Imaging: breast ultrasound scan. Acquired on GE Logiq 5 @10-12MHz.
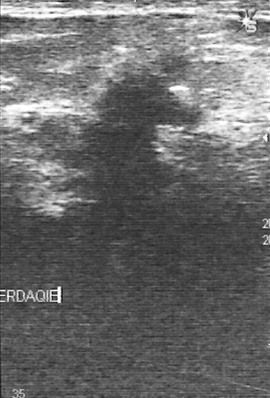
A lesion is present on this breast ultrasound scan. BI-RADS category 4. The biopsy result was invasive ductal carcinoma; the lesion is malignant.